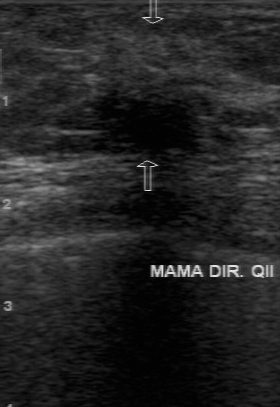
Imaging: breast ultrasound scan.
Biopsy or follow-up result: malignant. BI-RADS 4.